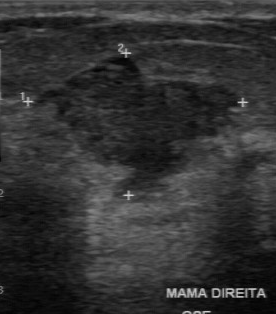
Modality: B-mode breast ultrasound.
B-mode breast ultrasound findings:
- internal echoes: hypoechoic
- calcifications: none
- margin: partially regular
- boundary: somewhat unclear